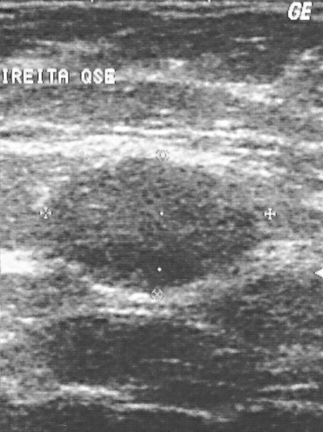
Modality: breast ultrasound scan.
Histopathology: fibroadenoma. The mass is assessed as BI-RADS 2. Outcome on biopsy or follow-up: benign.